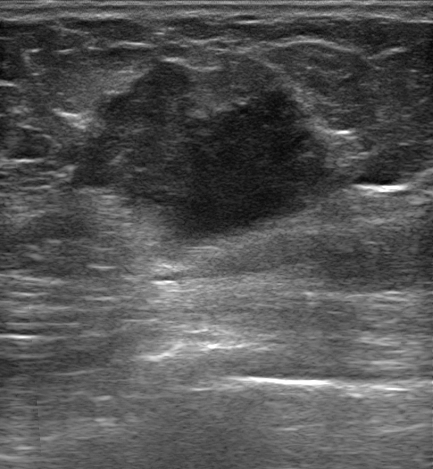
Breast ultrasound image.
BI-RADS assessment: 5. Biopsy or follow-up result: malignant. There is an echogenic halo. Posterior features: enhancement. Echogenicity: heterogeneous. Calcifications: none. The margin is not circumscribed (angular and indistinct). Shape: irregular. No skin thickening is seen.